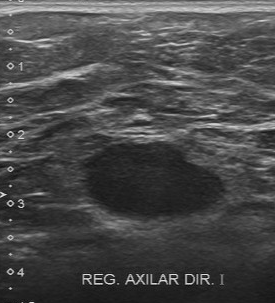
Scanner: Toshiba Aplio 300 @12-14 MHz. Breast ultrasound image.
The lesion occupies approximately (78, 140) to (224, 219).